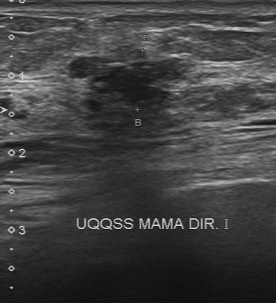
B-mode breast ultrasound.
Coordinates are pixels in the 276x303 image. Segment the lesion: bounding box top-left (65, 49), bottom-right (197, 108).